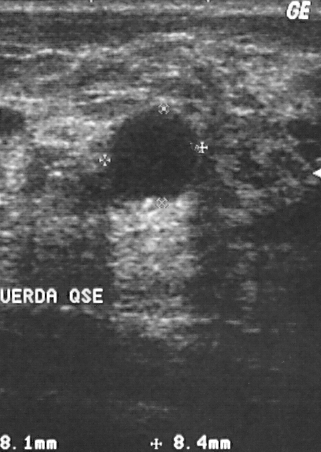
Breast ultrasound image.
This breast ultrasound image shows a breast lesion. Assessment: BI-RADS 2. The biopsy result was cyst; the breast lesion is benign.